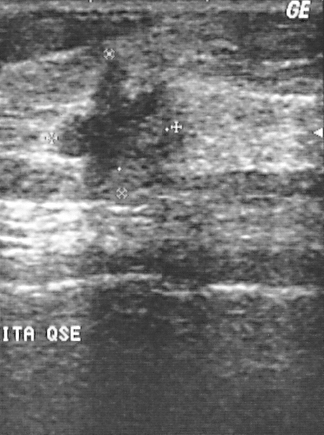
Modality: breast sonogram.
Pixel coordinates (x1, y1, x2, y2): Segment the lesion: bounding box x1=52, y1=48, x2=188, y2=186.